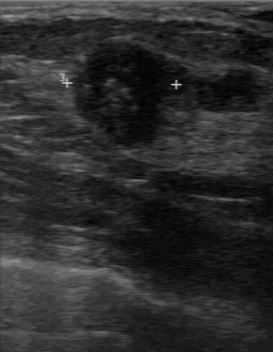
Imaging: breast ultrasound. Scanner: GE Logiq 7 @10-14MHz.
Pixel coordinates (x1, y1, x2, y2): Segment the mass: bounding box top-left (74, 39), bottom-right (186, 148).